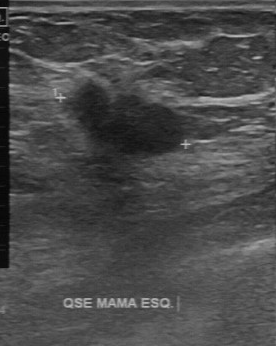
Modality: B-mode breast ultrasound.
(coordinates in a 276x346 pixel frame) Lesion region of interest: x1=67, y1=83, x2=183, y2=155. The mass is malignant on biopsy or follow-up.